Modality: breast ultrasound scan. Age 29.
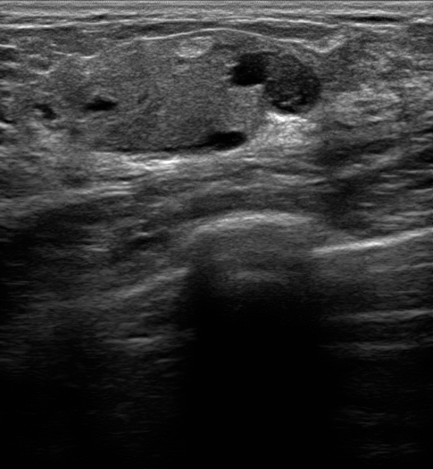
The lesion is oval in shape. The lesion has a circumscribed margin. Echogenicity: heterogeneous. Posterior enhancement is present. No echogenic halo is seen. No calcifications are seen. No skin thickening is seen. Biopsy confirmed benign mammary dysplasia. Radiologic interpretation: Suspicion of malignancy; Dysplasia; Fibroadenoma; Intraductal papilloma; Hamartoma. Assigned BI-RADS 4A. This lesion proved benign on biopsy or follow-up.